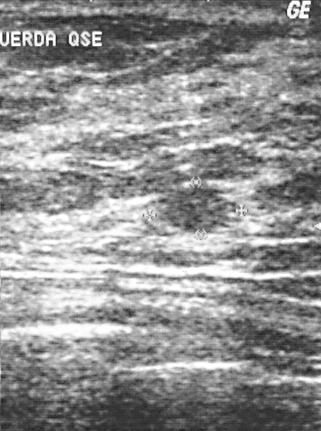
Scanner: GE Logiq 5 @10-12MHz. Breast ultrasound scan.
A finding is present on this breast ultrasound scan. BI-RADS category 2. Pathology confirmed benign fibroadenoma.